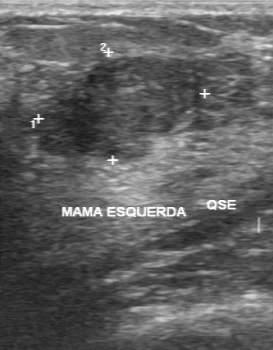
Imaging: B-mode breast ultrasound.
Lesion characteristics:
- biopsy or follow-up result: benign
- pathology: fibroadenoma
- BI-RADS: 3